Imaging: breast US.
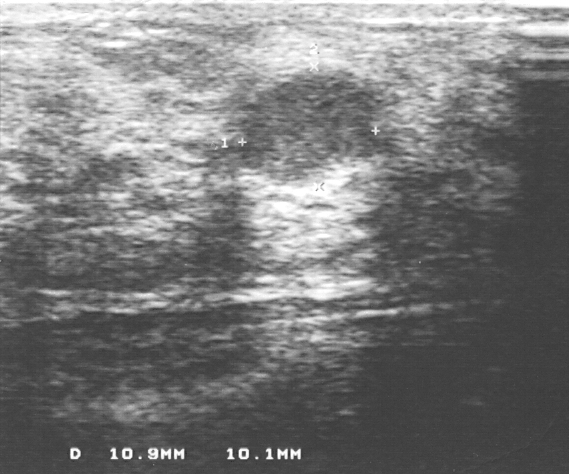
A finding is seen. It was assessed as BI-RADS 3. Histopathology: fibroadenoma (benign).